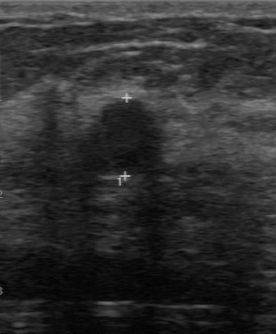
Imaging: breast ultrasound scan.
The original reader assigned BI-RADS 4. A second reader, independent of the original assessment, describes a hypoechoic finding with a partially regular margin; the boundary is somewhat unclear. No calcifications are seen. The biopsy result was sclerosing adenosis; the finding is benign.